Imaging: B-mode breast ultrasound.
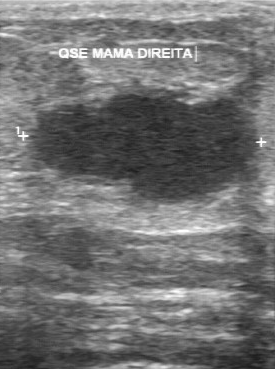
- internal echoes: hypoechoic
- contour: partially regular
- biopsy result: invasive ductal carcinoma
- boundary: fairly clear
- calcifications: absent
- outcome on biopsy or follow-up: malignant